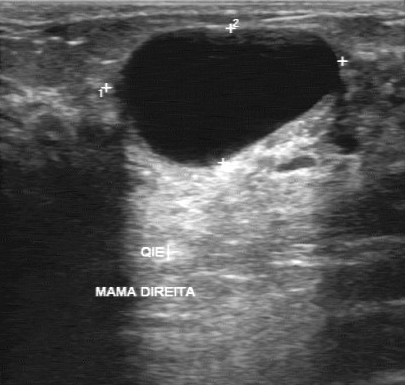
Modality: breast ultrasound image.
Original-read BI-RADS category: 2. Findings on the second read (an independent reader): an anechoic mass, margin regular, boundary clear. There are no calcifications. Biopsy showed cyst, a benign finding.